Imaging: breast sonogram.
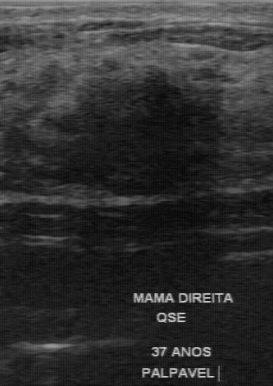
The breast lesion was categorized BI-RADS 4 in the original read.
On a second read by an independent reader:
The margin is partially regular.
Its boundary is somewhat unclear.
Echo pattern: hypoechoic.
No calcifications are seen.
The biopsy result was fibrocystic changes; the breast lesion is benign.